Breast ultrasound scan.
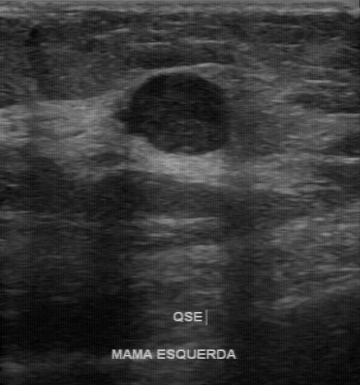
FINDINGS: Calcifications: none. Echogenicity: hypoechoic. Confirmed outcome (biopsy or follow-up): malignant. Boundary: clear. Lesion margin: partially regular.
OUTCOME ON BIOPSY OR FOLLOW-UP: malignant.